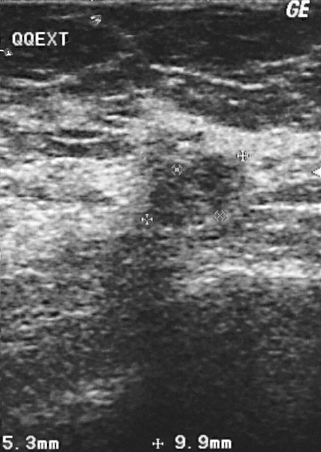
Imaging: breast sonogram.
Coordinates are pixels in the 321x452 image. Segment the mass: bounding box 148 155 245 228. The mass is benign on biopsy or follow-up.